Imaging: breast ultrasound scan.
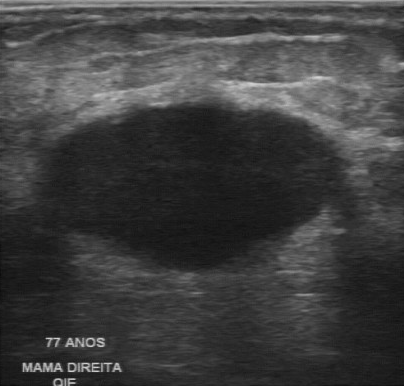
This breast ultrasound scan shows a mass with confirmed outcome (biopsy or follow-up): malignant, clear boundary, anechoic echo pattern, calcifications: absent, regular margin.